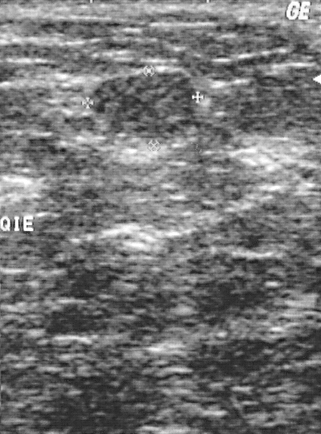
Imaging: breast ultrasound.
A mass is seen. It was assessed as BI-RADS 2. Biopsy showed fibroadenoma, a benign finding.